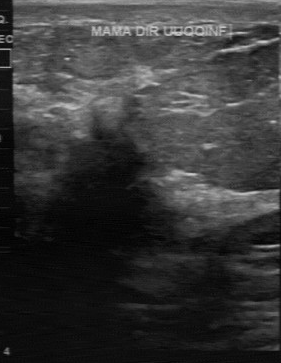
Imaging: breast ultrasound scan.
Biopsy or follow-up result: malignant. BI-RADS assessment: 5.
OUTCOME ON BIOPSY OR FOLLOW-UP: malignant.